Modality: breast ultrasound.
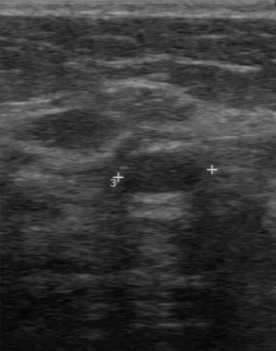
Outcome on biopsy or follow-up: benign. BI-RADS assessment: 3.
OUTCOME ON BIOPSY OR FOLLOW-UP: benign.